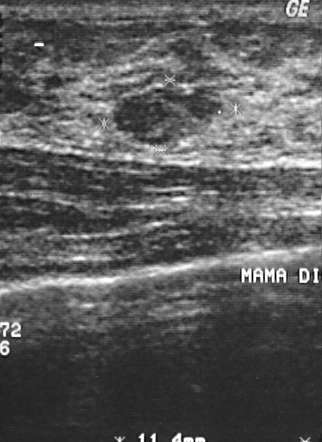
Breast ultrasound scan.
Biopsy or follow-up result: benign.